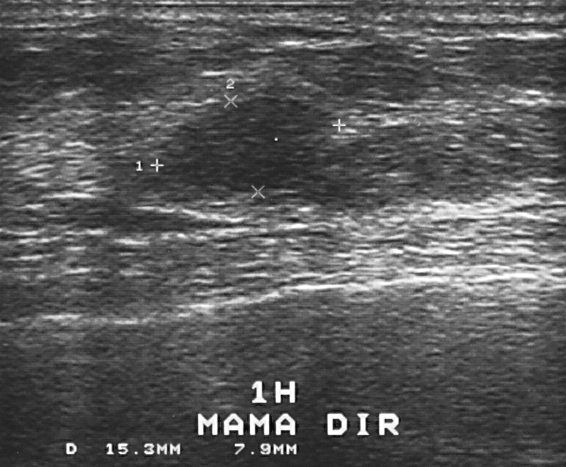
Breast sonogram.
BI-RADS category 3.
The biopsy result was fibroadenoma.
Outcome on biopsy or follow-up: benign.